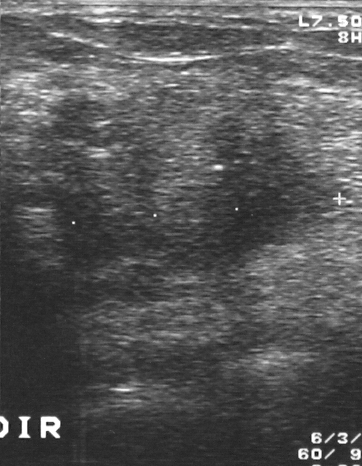
Breast US.
The lesion is malignant on biopsy or follow-up.